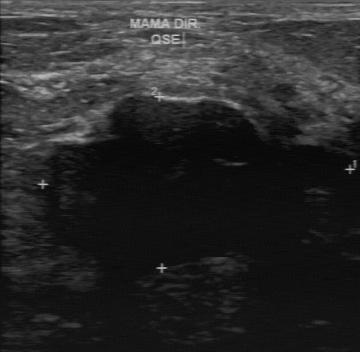
Breast ultrasound.
The lesion demonstrates BI-RADS category: 3, biopsy result: fibroadenoma.